Modality: breast ultrasound image.
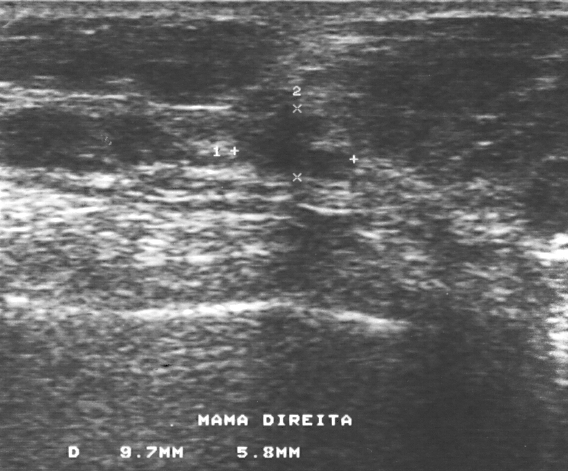
This breast ultrasound image shows a finding. BI-RADS category 4. Biopsy showed invasive ductal carcinoma, a malignant finding.